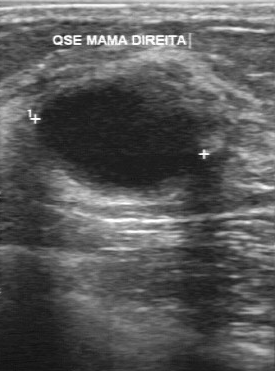
Imaging: breast sonogram.
Outcome on biopsy or follow-up: benign.